Imaging: breast ultrasound scan.
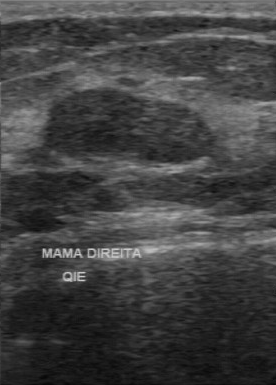
Pixel coordinates (x1, y1, x2, y2): The mass occupies approximately (44,88)-(216,165). BI-RADS 2.